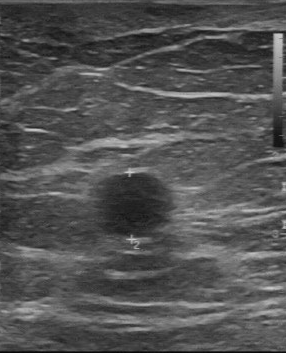
Modality: breast sonogram.
The breast lesion is benign on biopsy or follow-up.